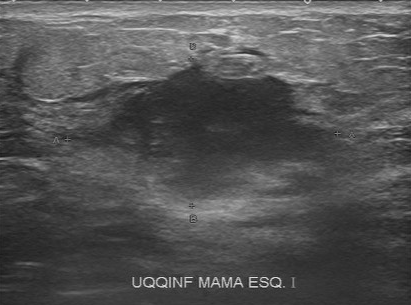
Breast ultrasound scan.
The lesion demonstrates BI-RADS (second read): 4B, BI-RADS (first reader): 5, biopsy or follow-up result: malignant.